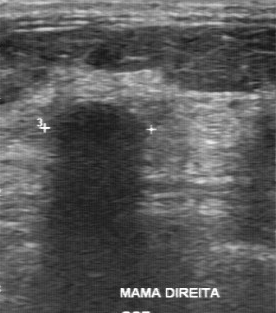
Breast ultrasound. Acquired on GE Logiq 7 @10-14MHz.
BI-RADS 2 in the original read. Findings on the second read (an independent reader): a hypoechoic mass, margin regular, boundary fairly clear. Biopsy showed cyst, a benign finding.